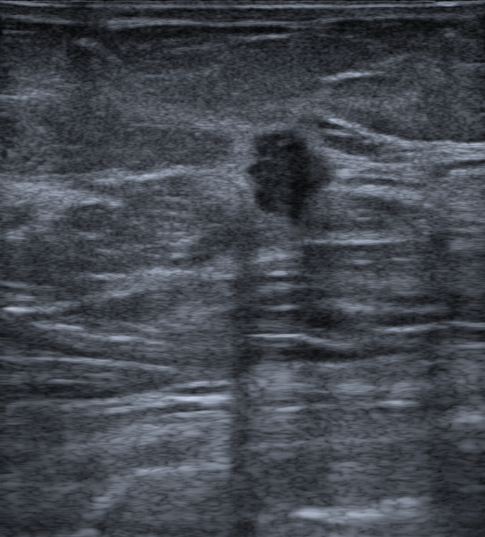
Modality: breast ultrasound. Background tissue composition: homogeneous: fat.
The breast lesion is assessed as BI-RADS 4C.
Radiologist's impression: Suspicion of malignancy.
Biopsy confirmed invasive carcinoma of no special type (NST).
Echogenic halo: absent.
There are no calcifications.
Posterior features: none.
Shape: irregular.
Margins are not circumscribed, with angular and indistinct features.
There is no skin thickening.
Echogenicity: hypoechoic.